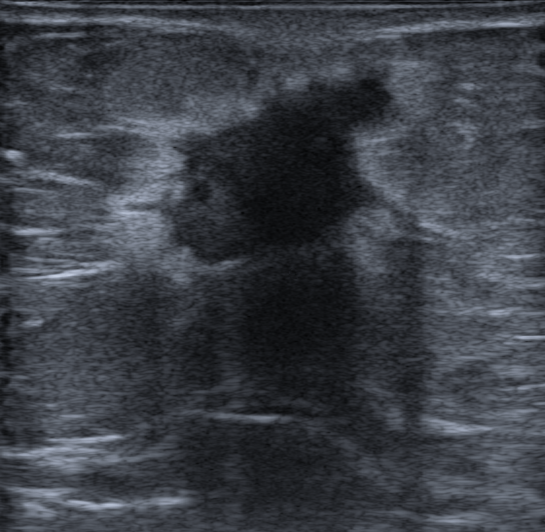
Age 65. Modality: breast sonogram.
An irregular, hypoechoic lesion with non-circumscribed (spiculated, angular, microlobulated and indistinct) margins is seen. Posterior shadowing is present. Skin thickening is present. Echogenic halo: present. BI-RADS 5; outcome on biopsy or follow-up: malignant. Histopathology: Invasive carcinoma of no special type (NST).